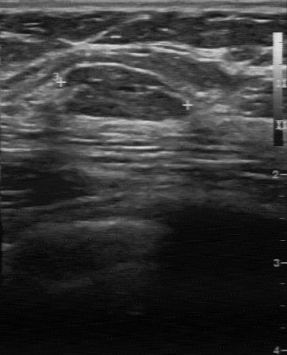
Scanner: GE Logiq 7 @10-14MHz. Breast sonogram.
A breast lesion is seen with clear boundary, slightly hypoechoic internal echoes, partially regular margin, calcifications: none.